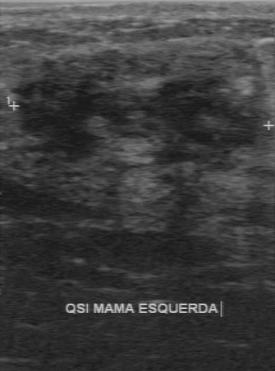
Modality: breast US.
Coordinates are pixels in the 275x371 image. Finding bounding box: x1=18, y1=50, x2=261, y2=168.